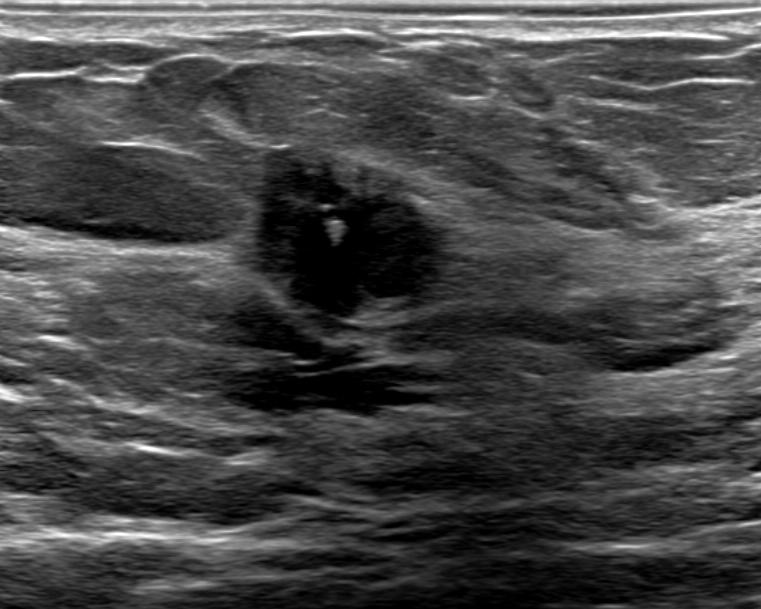
B-mode breast ultrasound.
Shape: irregular. Margins are not circumscribed, with microlobulated and indistinct features. The lesion is hypoechoic. There are no posterior acoustic features. There is no echogenic halo. There are calcifications in the mass. There is no skin thickening. Assigned BI-RADS 5. Biopsy result: Invasive carcinoma of no special type (NST).